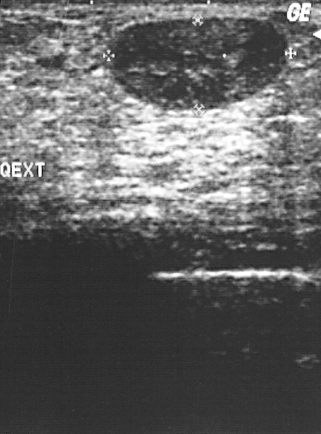
Imaging: B-mode breast ultrasound.
This B-mode breast ultrasound shows a lesion, benign on biopsy or follow-up.